Scanner: GE Logiq 7 @10-14MHz. Breast sonogram.
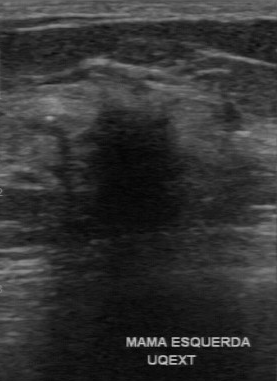
Contour: irregular. Internal echoes: hypoechoic. Biopsy result: invasive ductal carcinoma. Lesion boundary: unclear. Calcifications: absent.